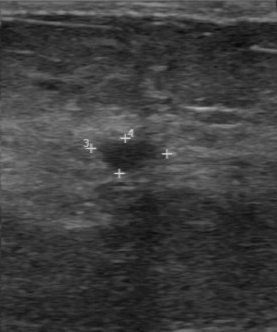
Imaging: breast ultrasound. Acquired on GE Logiq 7 @10-14MHz.
Coordinates are pixels in the 277x332 image. Lesion region of interest: top-left (99, 140), bottom-right (160, 171).